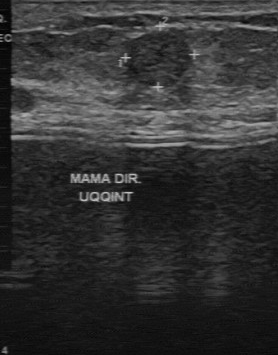
Imaging: breast US.
Pixel coordinates (x1, y1, x2, y2): The lesion is located within the bounding box 125 33 190 88.